Imaging: breast US.
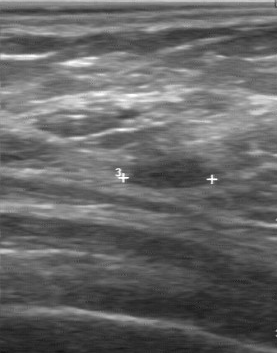
The lesion was categorized BI-RADS 2 in the original read. A second, independent read describes the lesion as follows. Margin: regular. Echo pattern: hypoechoic. Boundary: clear. There are no calcifications. Histopathology: lipoma (benign).